Acquired on GE Logiq 7 @10-14MHz. B-mode breast ultrasound.
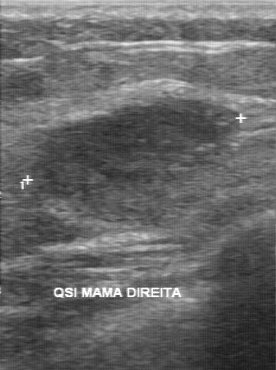
The lesion demonstrates BI-RADS assessment: 4, outcome on biopsy or follow-up: malignant.